Imaging: breast sonogram.
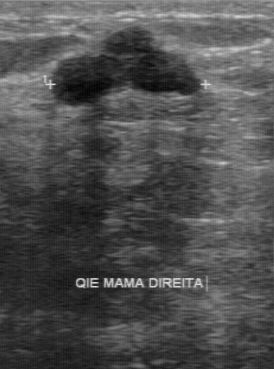
Biopsy or follow-up result is benign. Margin is regular. Histopathology is fibroadenoma. Lesion boundary is clear. No calcifications are seen. The echogenicity is hypoechoic.